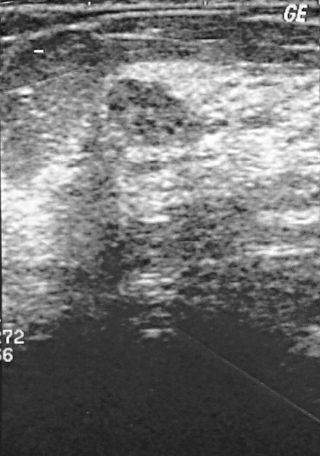
Breast US.
Coordinates are pixels in the 320x456 image. Finding bounding box: (105, 78) to (201, 147).